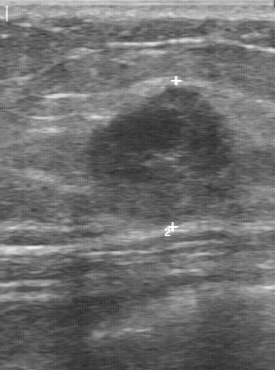
Modality: breast ultrasound.
The lesion was assessed as BI-RADS 4 by the original reader.
A second, independent read describes the lesion as follows.
The margin is regular.
Its boundary is fairly clear.
Echo pattern: mixed cystic and solid.
There are no calcifications.
Biopsy showed invasive ductal carcinoma, a malignant finding.